Imaging: B-mode breast ultrasound. Scanner: Toshiba Aplio 300 @12-14 MHz.
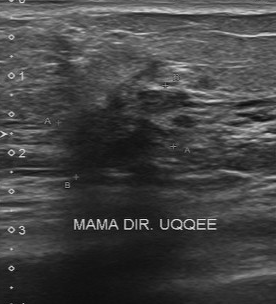
Echo pattern is hypoechoic. Second-reader BI-RADS is 4B.